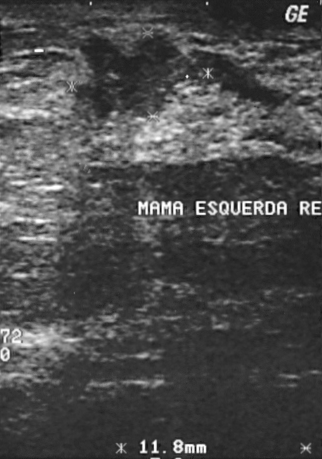
Modality: breast ultrasound image.
The breast lesion demonstrates BI-RADS: 4.